Scanner: Toshiba Aplio 300 @12-14 MHz. Modality: breast US.
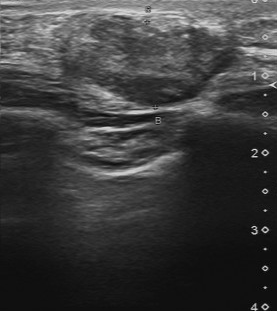
The finding was categorized BI-RADS 4 in the original read. On a second, independent read, a finding with a partially regular margin and a somewhat unclear boundary is seen; it is heterogeneous. Calcifications: suspected. Biopsy showed invasive ductal carcinoma, a malignant finding.